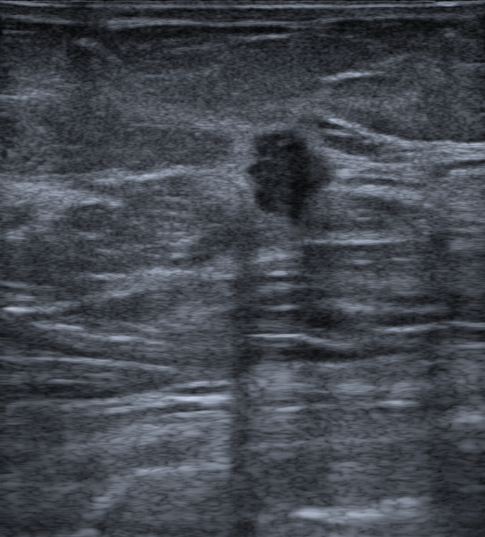
B-mode breast ultrasound. Patient age: 76.
(coordinates in a 485x537 pixel frame) The lesion is located within the bounding box (245, 127) to (337, 226). BI-RADS 4C.